B-mode breast ultrasound.
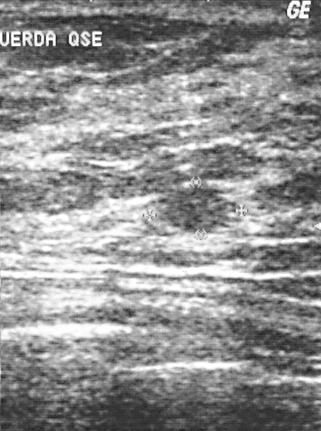
Pathology confirmed fibroadenoma.
BI-RADS category 2.
Biopsy or follow-up result: benign.